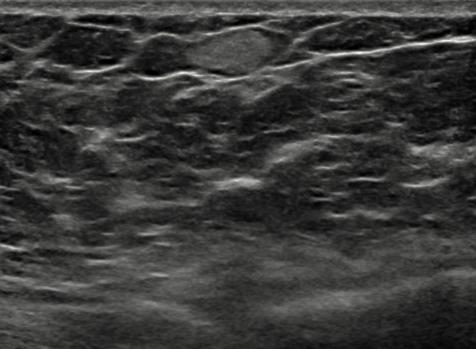
Background echotexture is heterogeneous: predominantly fat. B-mode breast ultrasound.
The lesion is oval and hyperechoic; its margin is circumscribed. There are no posterior acoustic features. There is no skin thickening. There is no echogenic halo. BI-RADS 2; outcome on biopsy or follow-up: benign. Differential on reading: Lipoma. Verification: follow-up care.